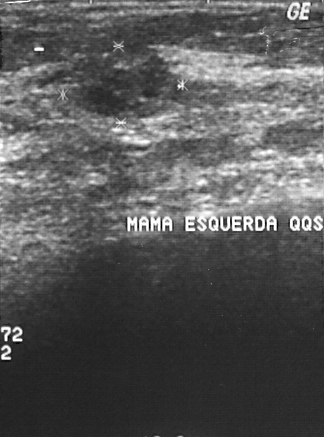
Breast ultrasound scan. Acquired on GE Logiq 5 @10-12MHz.
A mass is seen with BI-RADS category: 2, biopsy or follow-up result: malignant.